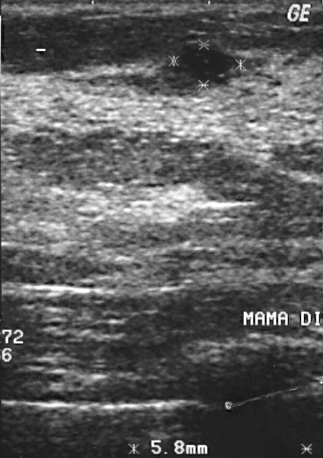
Imaging: breast ultrasound scan. Acquired on GE Logiq 5 @10-12MHz.
This breast ultrasound scan shows a mass, benign on biopsy or follow-up.